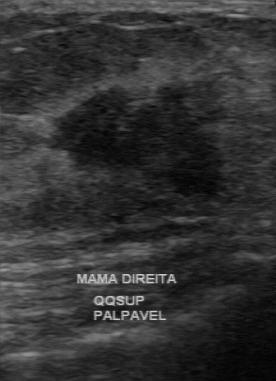
Modality: B-mode breast ultrasound.
This B-mode breast ultrasound shows a lesion with calcifications: none, hypoechoic echo pattern, unclear boundary, irregular margin.